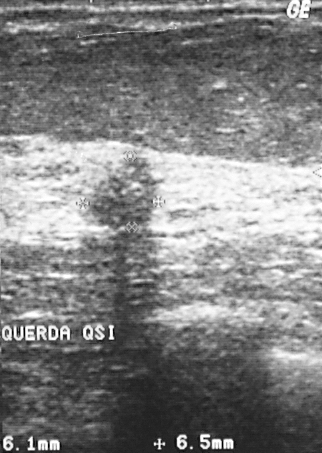
Breast ultrasound.
The biopsy result was invasive ductal carcinoma; the breast lesion is malignant.
The breast lesion is malignant on biopsy or follow-up.
Assigned BI-RADS 3.